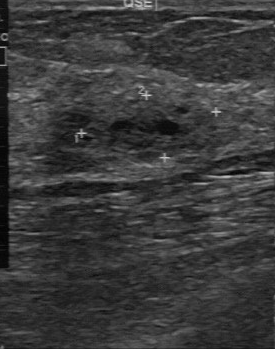
Breast ultrasound image.
Outcome on biopsy or follow-up: benign. BI-RADS assessment: 4. Histopathology: fibroadenoma.
OUTCOME ON BIOPSY OR FOLLOW-UP: benign.